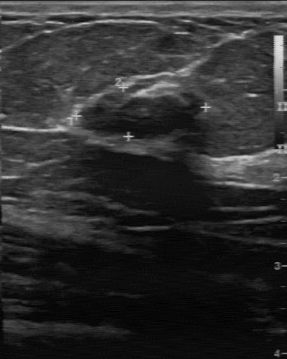
Breast ultrasound scan.
Coordinates are pixels in the 287x359 image. The breast lesion is located within the bounding box top-left (78, 92), bottom-right (210, 147). The breast lesion is benign on biopsy or follow-up.